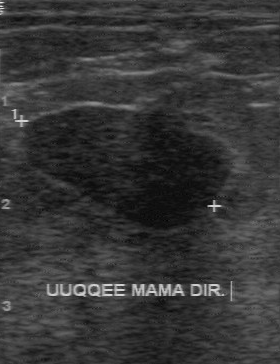
Imaging: breast sonogram.
(coordinates in a 280x364 pixel frame) Lesion region of interest: (23, 107) to (234, 228). The breast lesion is benign on biopsy or follow-up.